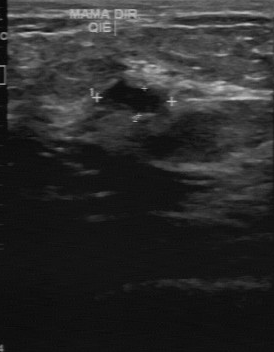
Scanner: GE Logiq 7 @10-14MHz. Imaging: breast sonogram.
The confirmed outcome (biopsy or follow-up) is benign. BI-RADS assessment: 3. Histopathology is cyst.